Breast ultrasound scan.
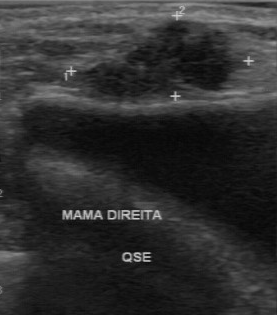
The mass demonstrates calcifications: absent, hypoechoic internal echoes, biopsy or follow-up result: malignant, partially regular contour, somewhat unclear lesion boundary, biopsy result: invasive ductal carcinoma.